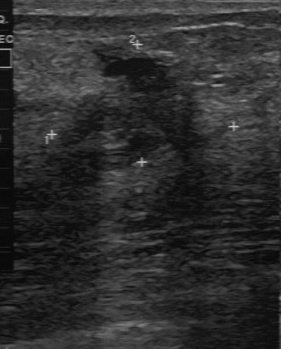
Acquired on GE Logiq 7 @10-14MHz. Breast ultrasound image.
Original-read BI-RADS category: 4. A second reader, independent of the original assessment, describes a mixed cystic and solid finding with an irregular margin; the boundary is unclear. Calcifications: none. Biopsy showed hyperplasia, a benign finding.